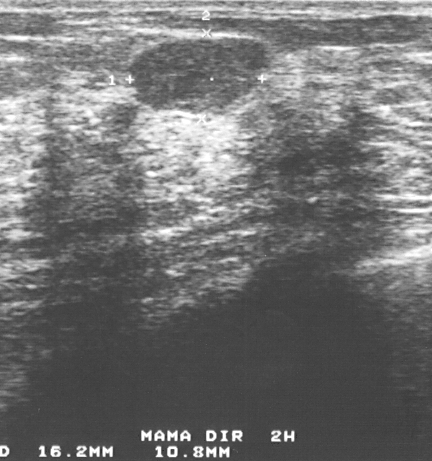
Modality: B-mode breast ultrasound.
Finding: lesion, benign on biopsy or follow-up.